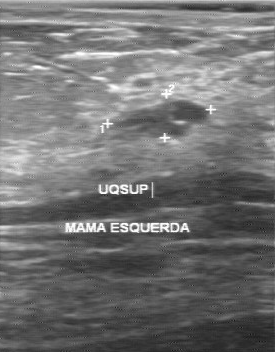
Acquired on GE Logiq 7 @10-14MHz. Breast sonogram.
- internal echoes: hypoechoic
- contour: regular
- lesion boundary: clear
- calcifications: absent
- pathology: cyst